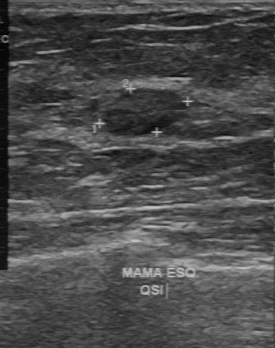
Breast sonogram.
BI-RADS assessment: 2.
OUTCOME ON BIOPSY OR FOLLOW-UP: benign.